Modality: breast ultrasound image.
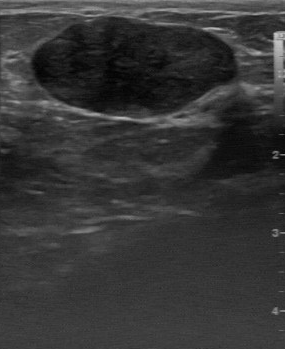
A lesion is seen with BI-RADS on independent re-read: 4A, calcifications: absent, regular contour, original BI-RADS: 2, hypoechoic internal echoes.